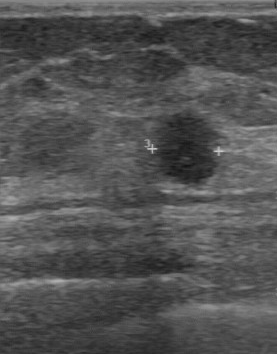
Modality: breast sonogram.
Pixel coordinates (x1, y1, x2, y2): Segment the breast lesion: bounding box 154 110 223 185. BI-RADS 4.